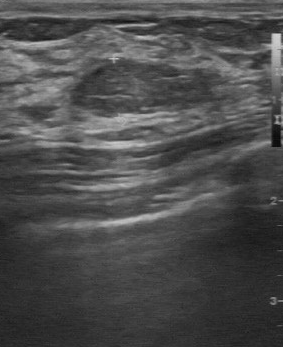
Modality: breast US.
Outcome on biopsy or follow-up: benign. BI-RADS 2.